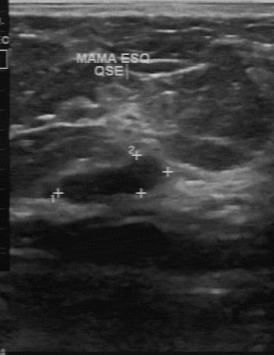
Modality: breast ultrasound image.
BI-RADS 2 in the original read. A second, independent read describes the mass as follows. No calcifications are seen. Boundary: clear. The mass is hypoechoic. The margin is regular. Biopsy showed cyst, a benign finding.